Modality: breast ultrasound scan.
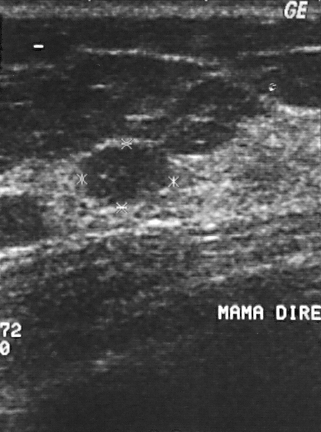
(coordinates in a 321x432 pixel frame) Segment the breast lesion: bounding box [80, 143, 167, 205]. BI-RADS 2.